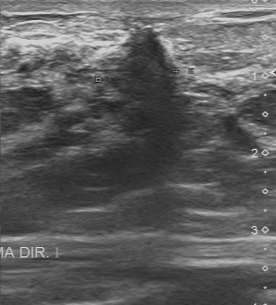
Modality: breast ultrasound scan.
Breast ultrasound scan findings:
- calcifications: absent
- lesion boundary: unclear
- contour: irregular
- echogenicity: hypoechoic
- outcome on biopsy or follow-up: malignant